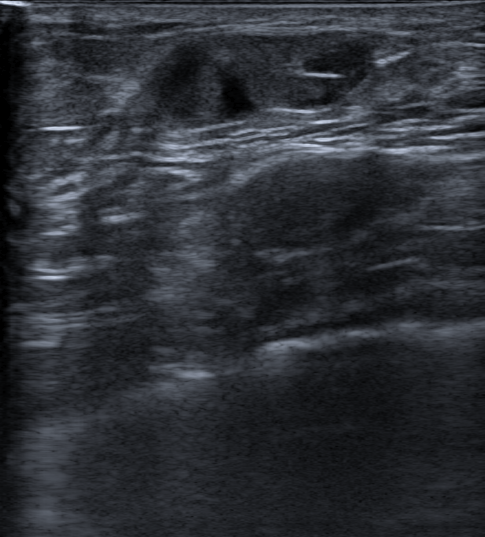
Breast ultrasound.
Outcome on biopsy or follow-up: benign.
Differential on reading: Fat necrosis; Hematoma.
BI-RADS category 3.
The lesion appears oval.
Margin: circumscribed.
The lesion is of complex cystic and solid echotexture.
Posterior features: none.
There is no echogenic halo.
No calcifications are seen.
There is no skin thickening.